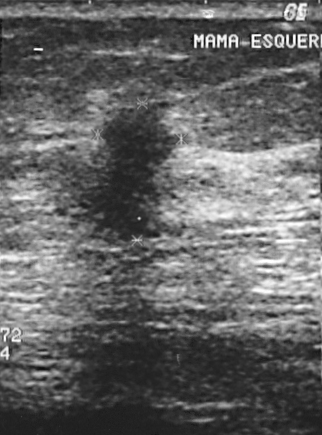
Scanner: GE Logiq 5 @10-12MHz. Modality: breast sonogram.
The breast lesion is malignant on biopsy or follow-up.
The biopsy result was invasive ductal carcinoma.
Assigned BI-RADS 4.